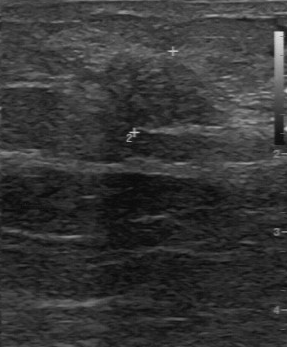
Breast ultrasound scan.
Finding: mass, malignant on biopsy or follow-up. (BI-RADS category 4.)